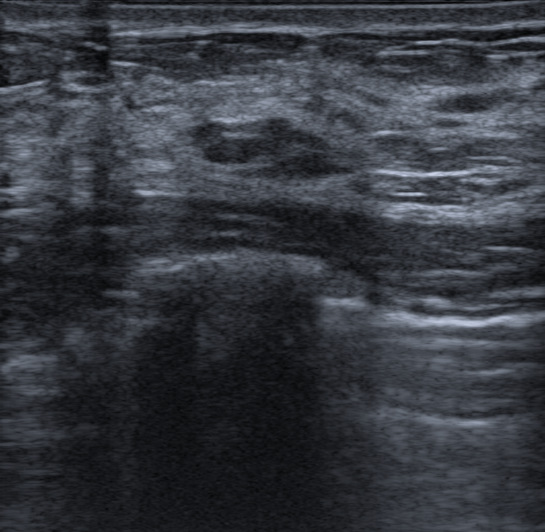
Background tissue composition: homogeneous: fibroglandular. Modality: breast ultrasound.
Coordinates are pixels in the 545x532 image. The finding occupies approximately 188 115 355 183. The finding is benign on biopsy or follow-up.